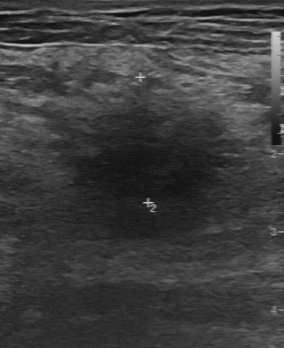
B-mode breast ultrasound.
The finding was assessed as BI-RADS 4 by the original reader. A second reader, independent of the original assessment, describes a hypoechoic finding with an irregular margin; the boundary is unclear. Calcifications: none. Pathology confirmed benign fibrocystic changes.